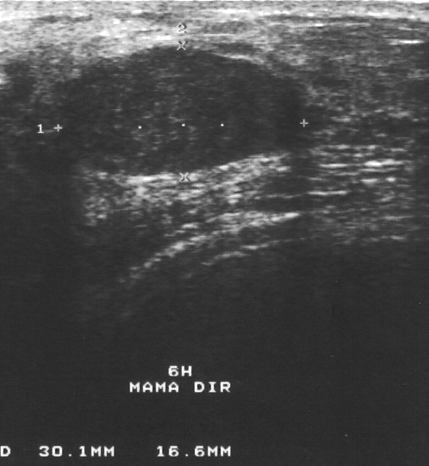
Breast US.
BI-RADS category 3. Biopsy showed fibroadenoma, a benign finding. This lesion proved benign on biopsy or follow-up.